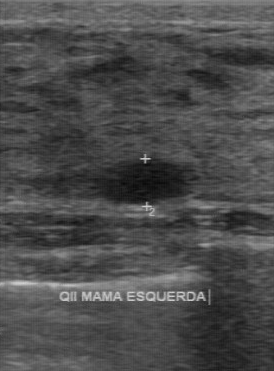
Modality: breast ultrasound scan.
Biopsy or follow-up result: benign. (BI-RADS category 3.)